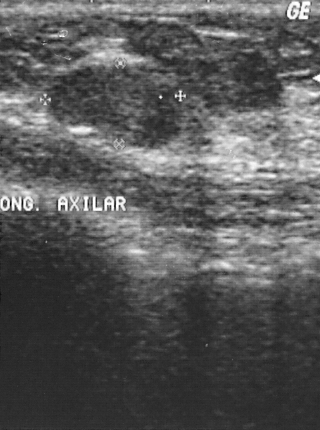
B-mode breast ultrasound.
A finding is present on this B-mode breast ultrasound. It was assessed as BI-RADS 2. The biopsy result was fibroadenoma; the finding is benign.